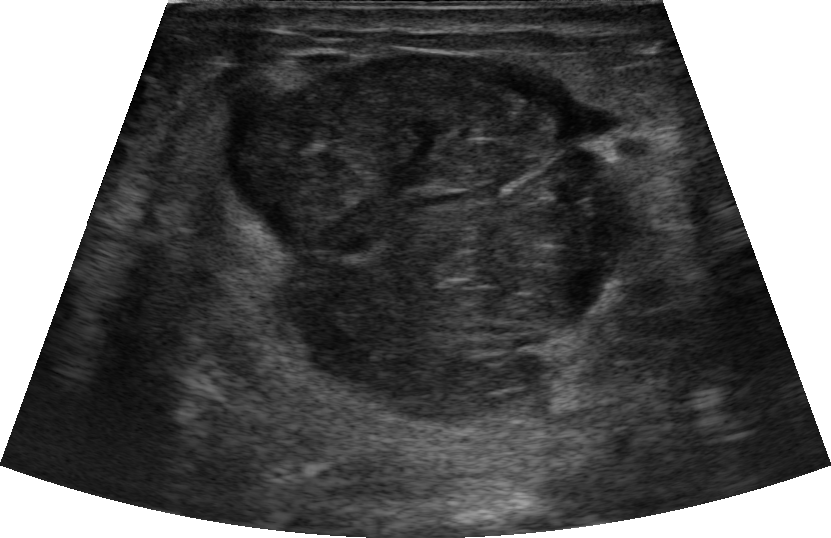
Imaging: breast ultrasound scan. 49-year-old patient.
Differential: Suspicion of malignancy; Fibroadenoma; Phyllodes tumor. Borders are circumscribed. BI-RADS is 4A. Skin thickening: none. Posterior acoustic features: none. Lesion shape: oval. There is no echogenic halo.